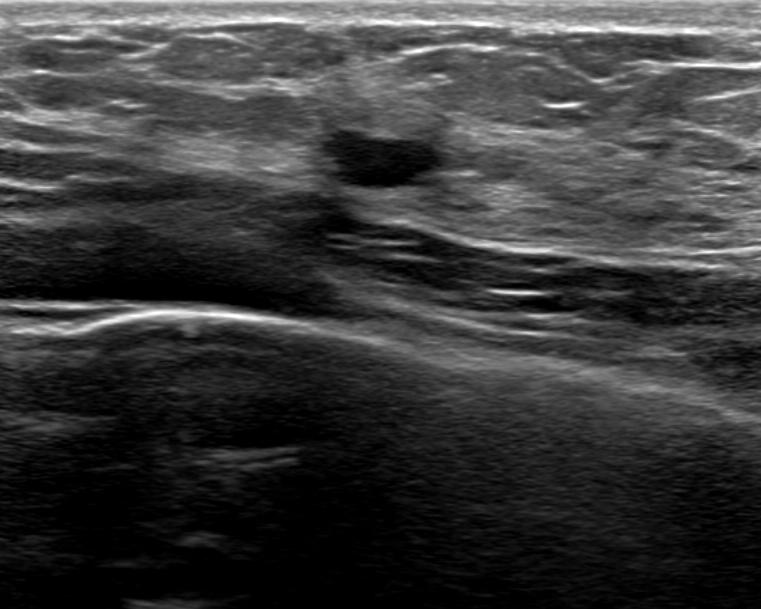
Modality: breast ultrasound scan. Background echotexture is heterogeneous: predominantly fibroglandular.
Calcifications: none. Echogenic halo: none. Differential: Simple cyst. BI-RADS: 2. Verification: confirmed by follow-up care. Skin thickening: absent. Posterior features: enhancement.
OUTCOME ON BIOPSY OR FOLLOW-UP: benign.